Breast ultrasound.
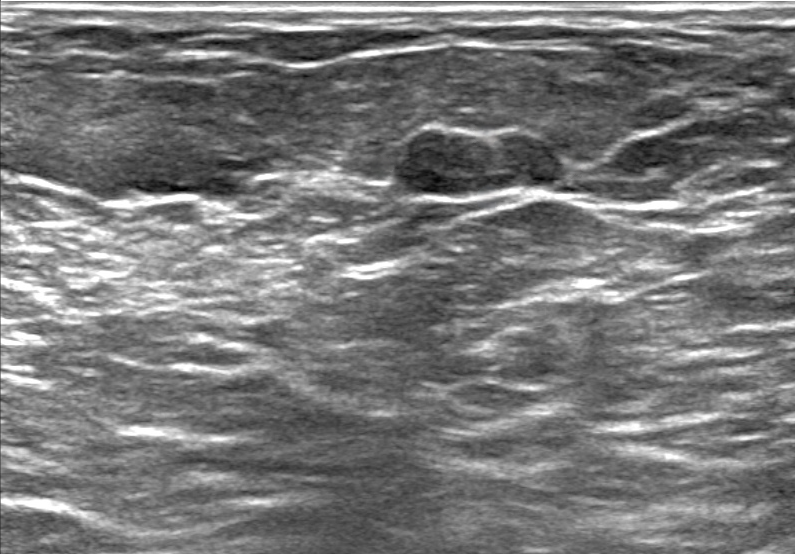
Lesion region of interest: (397, 121) to (566, 205).